Imaging: B-mode breast ultrasound.
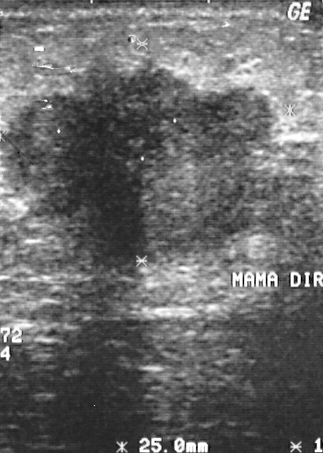
Outcome on biopsy or follow-up: malignant. BI-RADS 5.